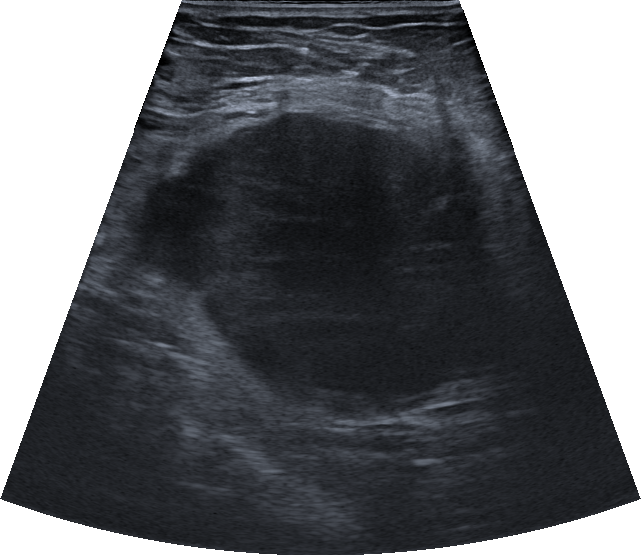
Modality: breast sonogram.
The mass is oval and complex cystic and solid; its margin is not circumscribed (indistinct). There are no posterior acoustic features. Echogenic halo: absent. BI-RADS assessment: 4C; biopsy or follow-up result: malignant. Differential on reading: Suspicion of malignancy. Histopathology: Invasive carcinoma of no special type (NST).